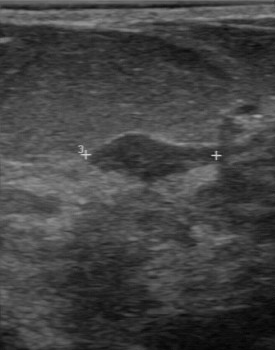
Breast ultrasound. Acquired on GE Logiq 7 @10-14MHz.
FINDINGS: Calcifications: none. Boundary: clear. BI-RADS (second read): 3.